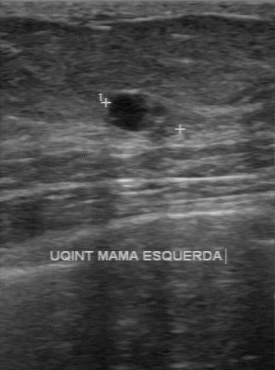
Modality: breast ultrasound image.
The lesion margin is partially regular. Biopsy or follow-up result is benign. Internal echoes are hypoechoic. No calcifications are seen. The boundary is clear.